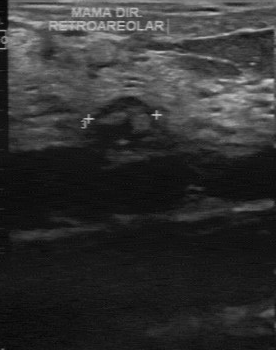
Breast US.
Internal echoes: heterogeneous. Boundary: clear. Lesion margin: regular. Calcifications: none. Confirmed outcome (biopsy or follow-up): benign.